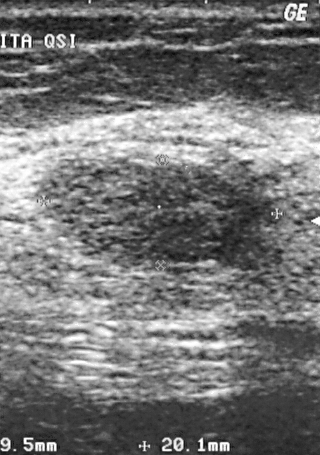
Imaging: B-mode breast ultrasound. Acquired on GE Logiq 5 @10-12MHz.
This B-mode breast ultrasound shows a breast lesion. It was assessed as BI-RADS 2. The biopsy result was fibroadenoma; the breast lesion is benign.